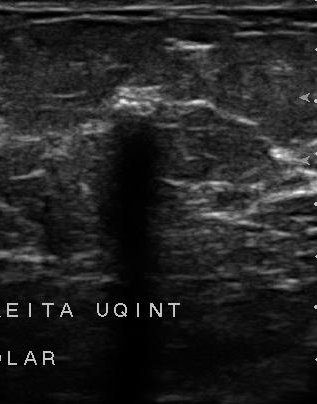
Breast ultrasound scan.
- lesion boundary: unclear
- BI-RADS (second read): 4B
- echogenicity: hypoechoic
- calcifications: absent